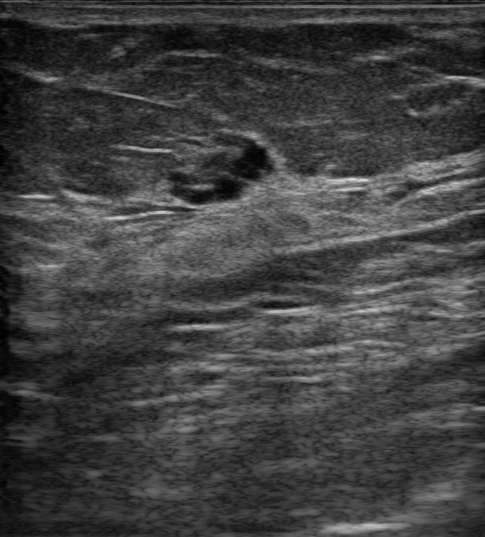
Background tissue composition: heterogeneous: predominantly fat. Breast US. Patient age: 60.
- BI-RADS: 2
- echogenic halo: absent
- lesion shape: oval
- calcifications: none
- radiologic interpretation: Cyst filled with thick fluid; Dysplasia; Duct filled with thick fluid; Mammary duct ectasia
- skin thickening: absent
- lesion margin: circumscribed
- biopsy or follow-up result: benign